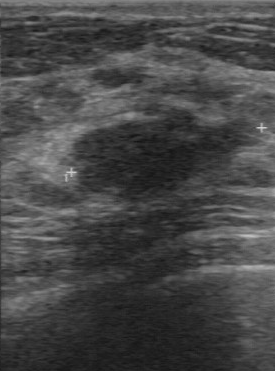
Modality: breast sonogram.
- outcome on biopsy or follow-up: benign
- BI-RADS: 4